Modality: breast sonogram.
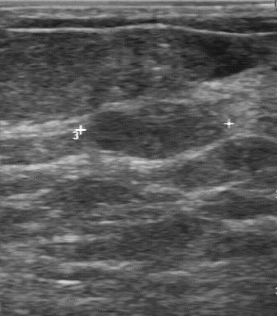
A mass is seen with hypoechoic echo pattern, regular contour, confirmed outcome (biopsy or follow-up): benign, calcifications: none, clear lesion boundary.